Modality: breast ultrasound scan.
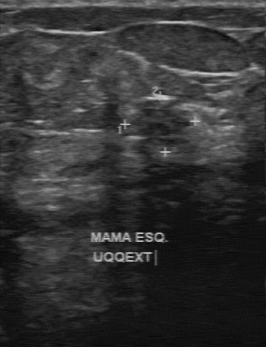
The finding was categorized BI-RADS 4 in the original read. Descriptors from an independent second read (not the reader who assigned the category): The margin is partially regular. No calcifications are seen. The lesion boundary is somewhat unclear. The finding is slightly hypoechoic. Histopathology: fibroadenoma (benign).